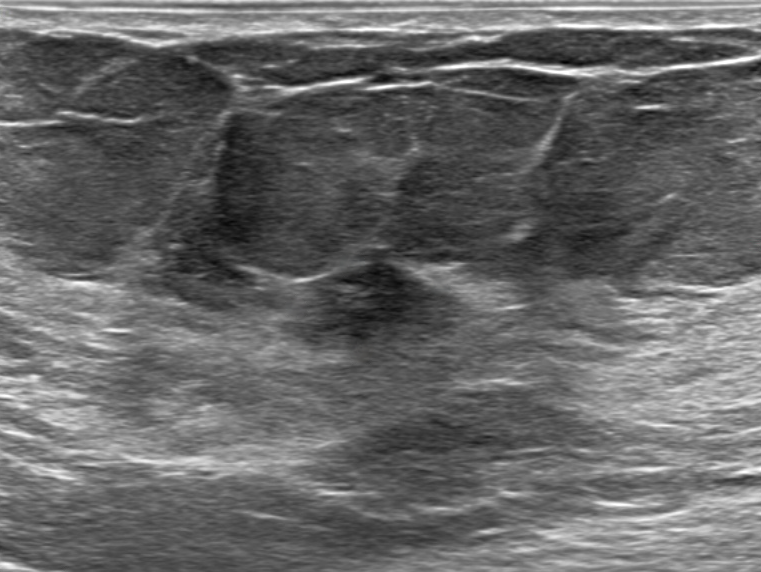
Modality: B-mode breast ultrasound.
Mass bounding box: top-left (277, 259), bottom-right (478, 353).